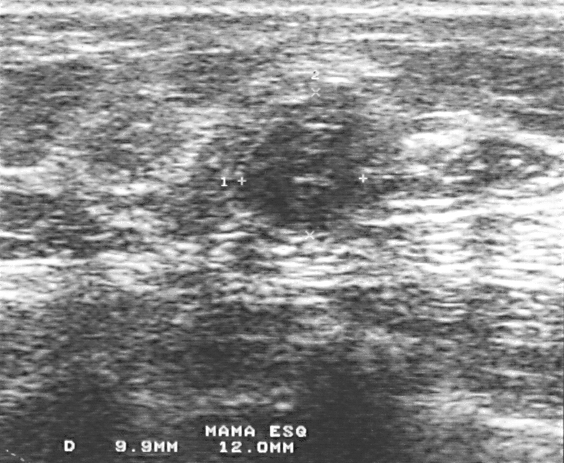
Modality: breast sonogram.
Breast lesion bounding box: 238 120 364 231.